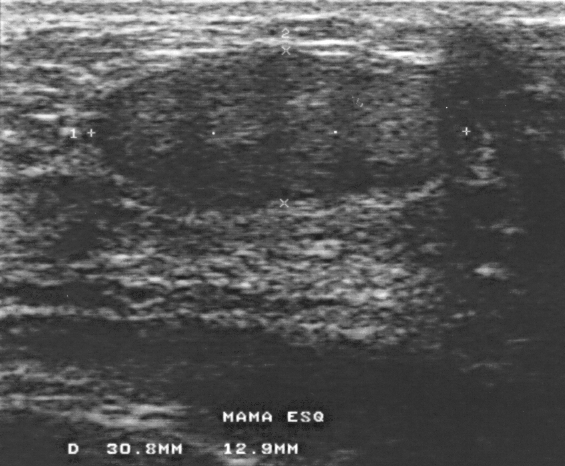
Modality: breast ultrasound scan. Scanner: GE Logiq 5 @10-12MHz.
This breast ultrasound scan shows a finding, benign on biopsy or follow-up.